Breast sonogram.
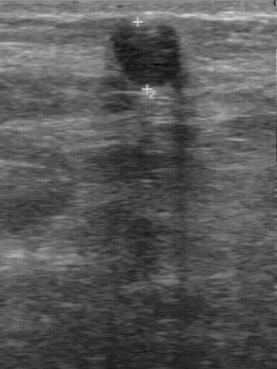
The original reader assigned BI-RADS 3. A second, independent read describes the mass as follows. The mass has a regular margin. Boundary: fairly clear. Echo pattern: hypoechoic. There are no calcifications. Biopsy showed fibroadenoma, a benign finding.